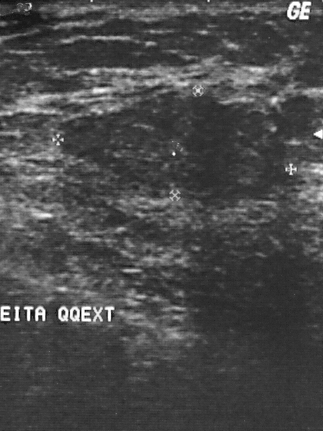
Imaging: breast ultrasound scan.
Pathology: fibrocystic changes. The BI-RADS is 2.